Breast US. Scanner: GE Logiq 7 @10-14MHz.
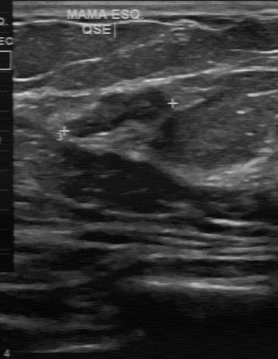
Outcome on biopsy or follow-up: benign. (BI-RADS category 4.)